Imaging: B-mode breast ultrasound.
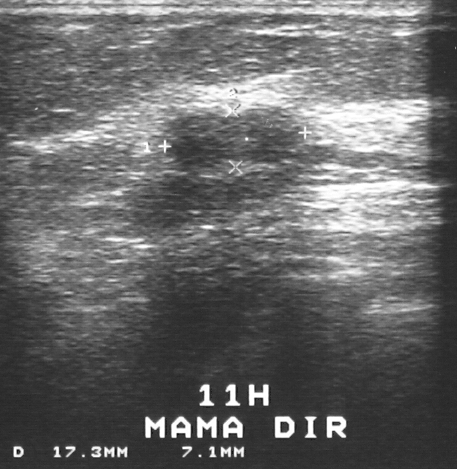
Finding: breast lesion, benign on biopsy or follow-up. BI-RADS 3.